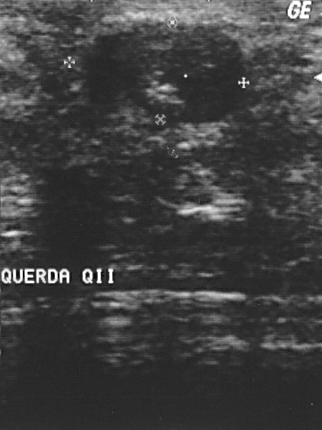
Acquired on GE Logiq 5 @10-12MHz. Imaging: breast US.
Mass: benign on biopsy or follow-up.